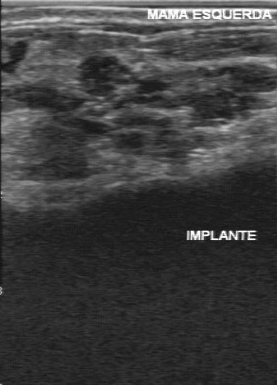
Imaging: breast ultrasound. Acquired on GE Logiq 7 @10-14MHz.
Lesion characteristics:
- second-reader BI-RADS: 4B
- contour: irregular